Imaging: B-mode breast ultrasound.
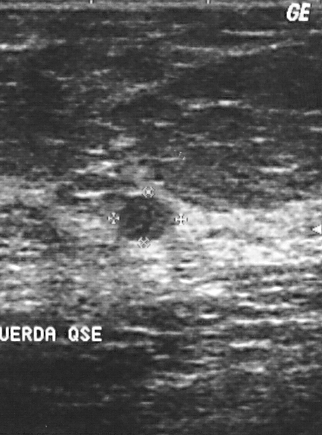
The biopsy result was sclerosing adenosis. Assigned BI-RADS 2. The finding is benign on biopsy or follow-up.